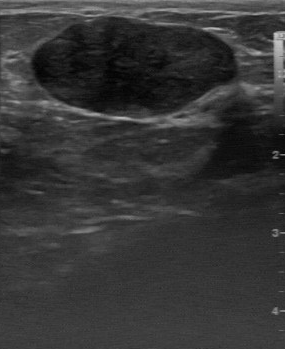
Modality: breast ultrasound.
Biopsy or follow-up result: benign.